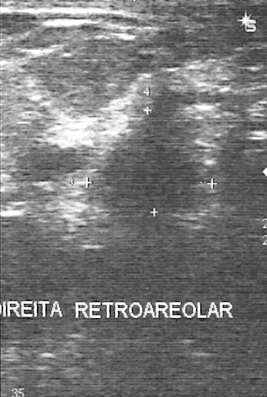
Modality: breast sonogram.
Breast sonogram findings:
- pathology: invasive ductal carcinoma
- BI-RADS assessment: 5